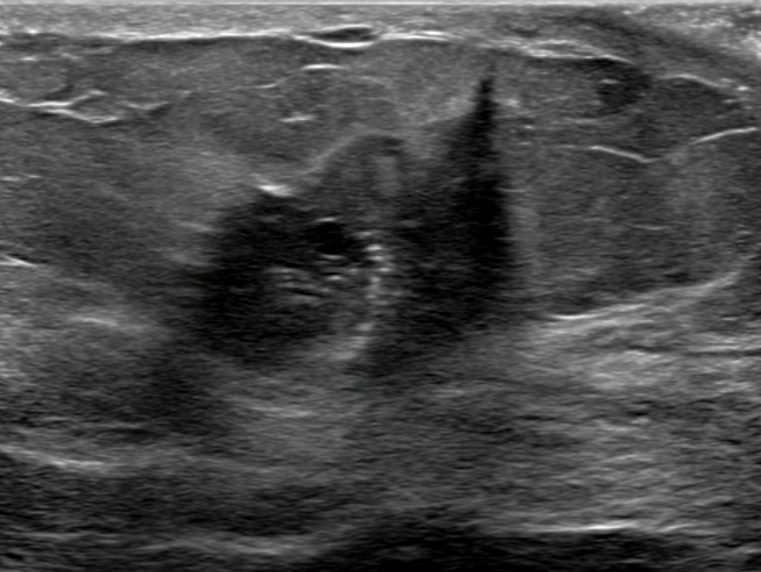
Background echotexture is heterogeneous: predominantly fat. Breast ultrasound.
Coordinates are pixels in the 761x572 image. Breast lesion bounding box: top-left (194, 49), bottom-right (534, 389). The breast lesion is malignant on biopsy or follow-up.